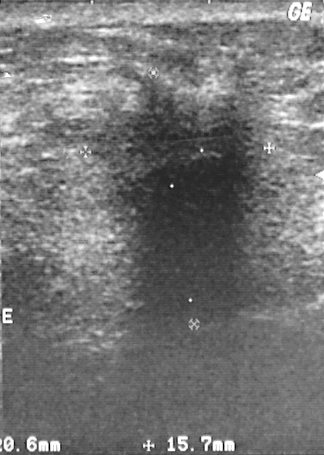
Modality: breast ultrasound image.
A breast lesion is present on this breast ultrasound image. It was assessed as BI-RADS 5. Pathology confirmed malignant invasive ductal carcinoma.